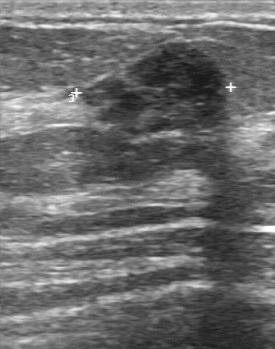
Breast ultrasound.
The mass was assessed as BI-RADS 3 by the original reader. On a second read by an independent reader: Boundary: fairly clear. The mass is heterogeneous. Calcifications: none. Pathology confirmed benign fibroadenoma.